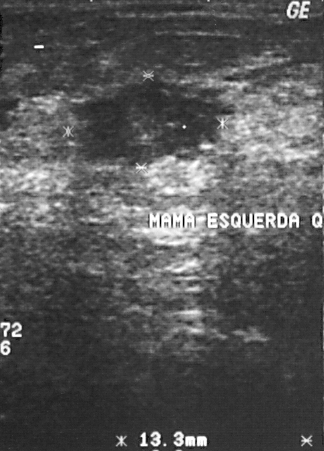
Modality: breast sonogram.
Finding bounding box: top-left (69, 75), bottom-right (227, 167). BI-RADS 4.